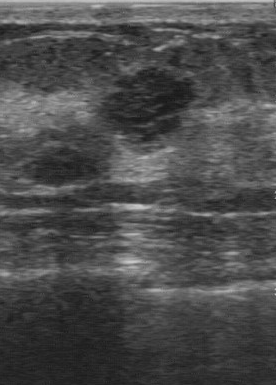
Modality: breast ultrasound image.
BI-RADS 4 in the original read. Descriptors from an independent second read (not the reader who assigned the category): The mass has a partially regular margin. The lesion boundary is somewhat unclear. Echo pattern: hypoechoic. No calcifications are seen. Histopathology: fibroadenoma (benign).